Acquired on GE Logiq 7 @10-14MHz. Imaging: breast ultrasound image.
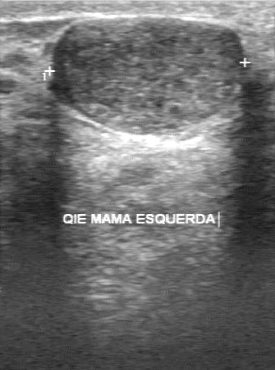
Biopsy or follow-up result: benign. (BI-RADS category 4.)